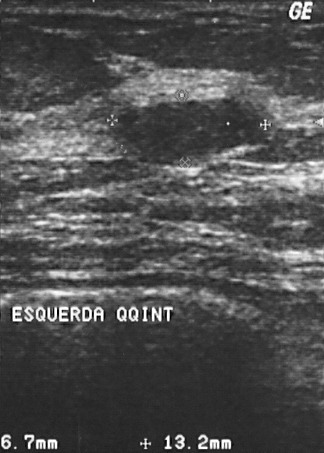
Imaging: breast US.
The lesion occupies approximately (119,98)-(263,162). The lesion is benign on biopsy or follow-up.